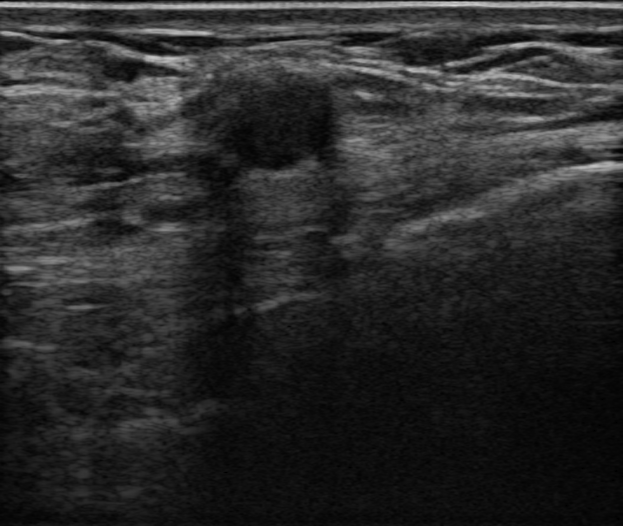
52-year-old patient. Breast US.
A lesion is seen with posterior acoustic features: shadowing, calcifications: absent, radiologist impression: Complex cyst / Non-simple cyst; Cyst filled with thick fluid; Fibroadenoma, BI-RADS assessment: 4A, hypoechoic echo pattern, oval shape, confirmed outcome (biopsy or follow-up): benign, echogenic halo: none, circumscribed borders.